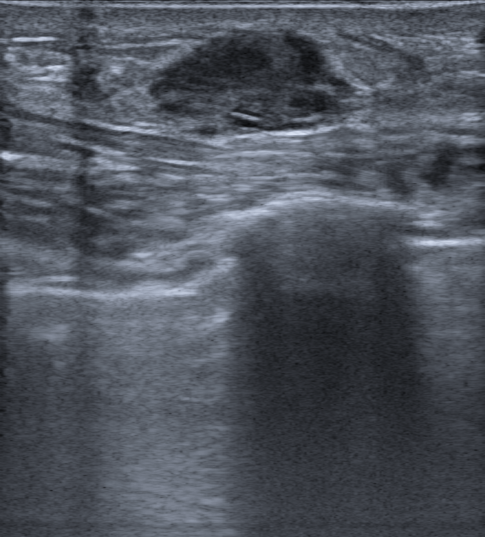
Background tissue composition: heterogeneous: predominantly fibroglandular. Modality: breast ultrasound image.
Biopsy or follow-up result: malignant.